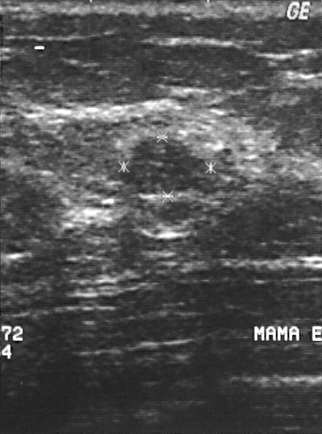
Scanner: GE Logiq 5 @10-12MHz. Breast sonogram.
The lesion demonstrates BI-RADS category: 3, confirmed outcome (biopsy or follow-up): benign.